Imaging: breast sonogram. Acquired on GE Logiq 7 @10-14MHz.
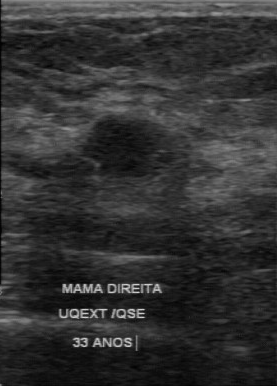
FINDINGS: BI-RADS: 4.
OUTCOME ON BIOPSY OR FOLLOW-UP: benign.